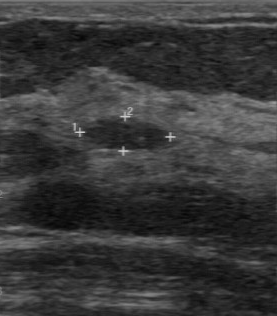
Modality: breast sonogram. Acquired on GE Logiq 7 @10-14MHz.
Breast sonogram findings:
- independent BI-RADS assessment: 3